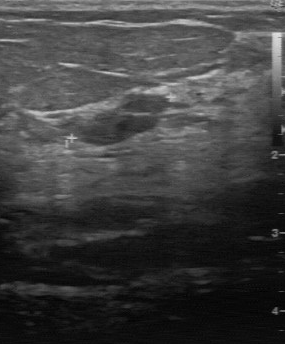
Modality: breast ultrasound image.
Lesion characteristics:
- biopsy or follow-up result: benign
- BI-RADS: 3